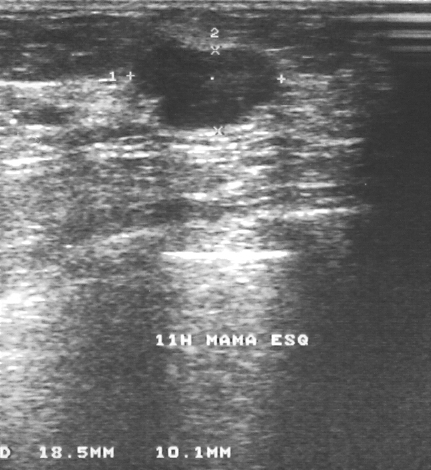
Imaging: breast ultrasound image.
(coordinates in a 431x470 pixel frame) The finding occupies approximately [137, 46, 279, 129]. BI-RADS 2.